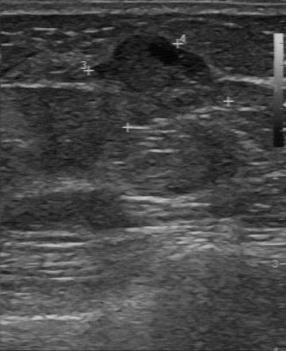
Breast ultrasound. Acquired on GE Logiq 7 @10-14MHz.
Biopsy or follow-up result: malignant. BI-RADS 4.